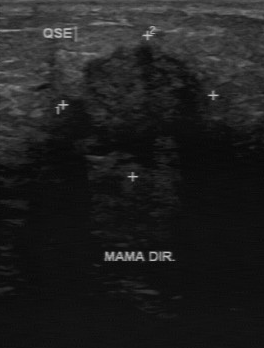
Imaging: B-mode breast ultrasound.
This B-mode breast ultrasound shows a finding with hypoechoic internal echoes, biopsy or follow-up result: malignant, unclear boundary, BI-RADS on independent re-read: 4B.